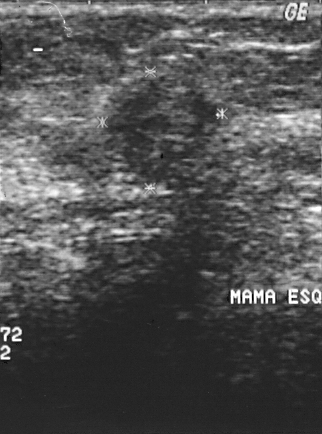
Imaging: breast ultrasound.
Outcome on biopsy or follow-up: malignant.
BI-RADS assessment: 4.
Histopathology: invasive ductal carcinoma.